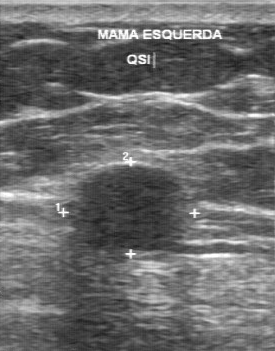
Breast ultrasound.
Breast ultrasound findings:
- lesion margin: regular
- echo pattern: hypoechoic
- lesion boundary: fairly clear
- calcifications: absent